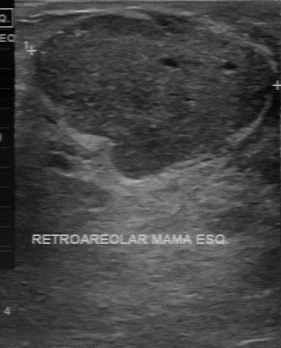
Imaging: breast ultrasound scan.
Original BI-RADS: 3. Outcome on biopsy or follow-up: benign. Second-reader BI-RADS: 4A.